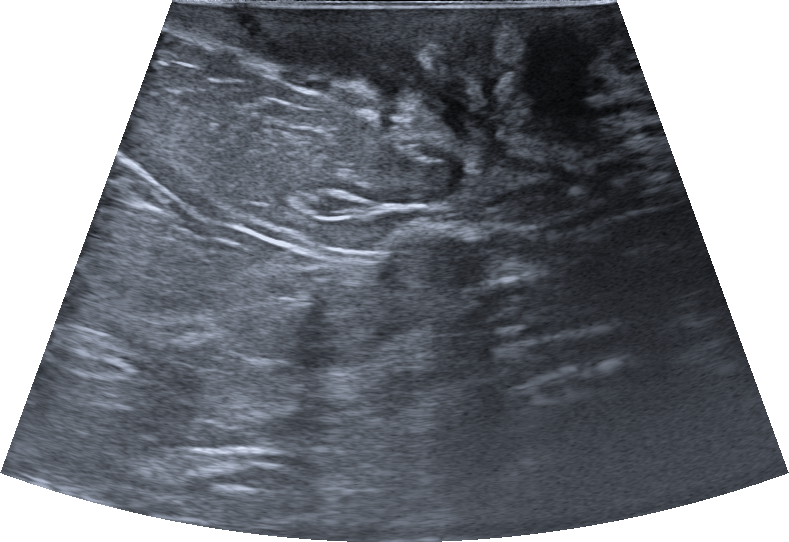
Imaging: breast ultrasound.
There is an irregular mass that is hypoechoic, with margins that are not circumscribed (indistinct). Posterior features: none. There is no echogenic halo. Skin thickening is present. The mass is categorized as BI-RADS 2; on biopsy or follow-up it was benign. Radiologic interpretation: Mastitis. The finding was confirmed by follow-up care.